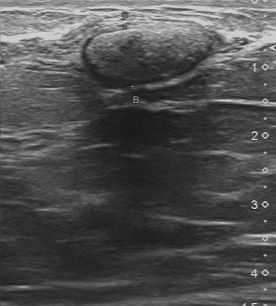
Modality: B-mode breast ultrasound.
BI-RADS (second read): 4A.
OUTCOME ON BIOPSY OR FOLLOW-UP: benign.